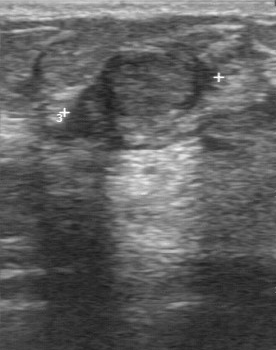
Imaging: breast sonogram.
Lesion margin is partially regular. The boundary is fairly clear. Biopsy result is fibroadenoma. There are no calcifications. Internal echoes: slightly hypoechoic.